Modality: B-mode breast ultrasound. Acquired on GE Logiq 7 @10-14MHz.
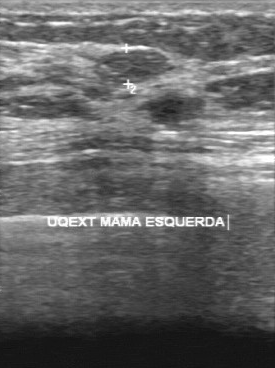
Original-read BI-RADS category: 3. The following findings are from a second reader, independent of the original assessment. The finding has a regular margin. Its boundary is fairly clear. The finding is slightly hypoechoic. There are no calcifications. Biopsy showed fibroadenoma, a benign finding.